Imaging: B-mode breast ultrasound.
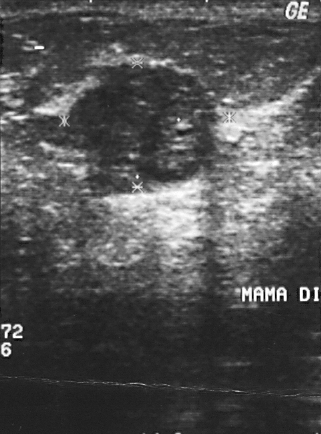
Outcome on biopsy or follow-up: benign.